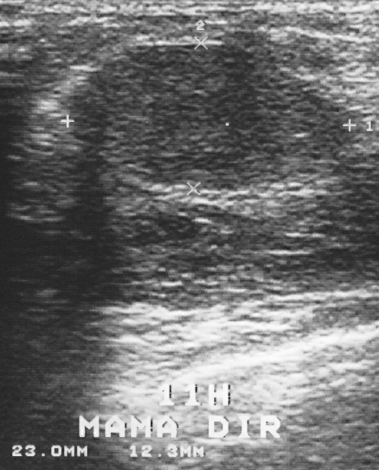
Modality: breast US. Acquired on GE Logiq 5 @10-12MHz.
A mass is present on this breast US. BI-RADS category 3. Pathology confirmed benign fibroadenoma.